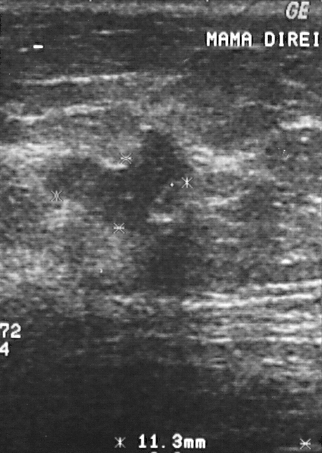
Breast sonogram. Scanner: GE Logiq 5 @10-12MHz.
Pixel coordinates (x1, y1, x2, y2): Segment the lesion: bounding box [44, 130, 193, 236].